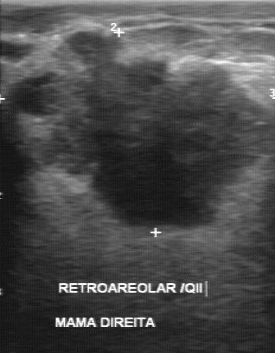
Modality: breast ultrasound.
The second-reader BI-RADS is 4C. The echogenicity is hypoechoic. Contour is irregular.